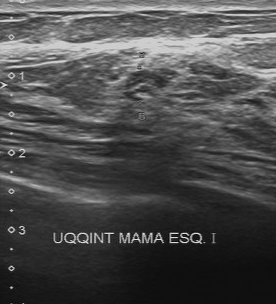
Breast ultrasound scan.
This breast ultrasound scan shows a breast lesion with histopathology: hyperplasia, confirmed outcome (biopsy or follow-up): benign, BI-RADS: 4.